Breast ultrasound image.
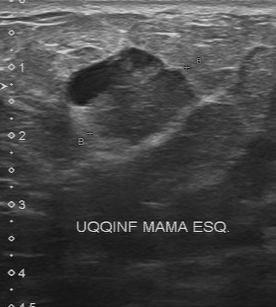
Finding: lesion, malignant on biopsy or follow-up.